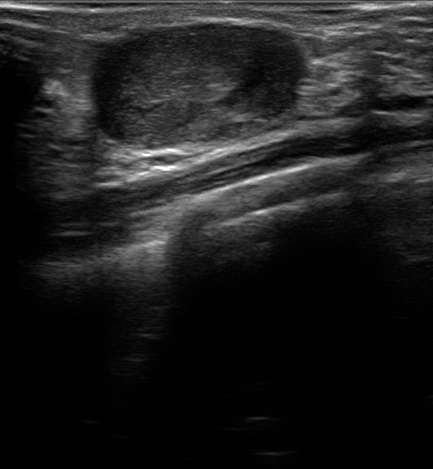
Patient age: 32. B-mode breast ultrasound.
The breast lesion appears irregular.
The margin is not circumscribed (indistinct).
No echogenic halo is seen.
No calcifications are seen.
The breast lesion is hypoechoic.
Skin thickening: none.
Posterior features: enhancement.
Biopsy confirmed phyllodes tumor.
Differential on reading: Suspicion of malignancy; Fibroadenoma; Intraductal papilloma.
The breast lesion is assessed as BI-RADS 4A.